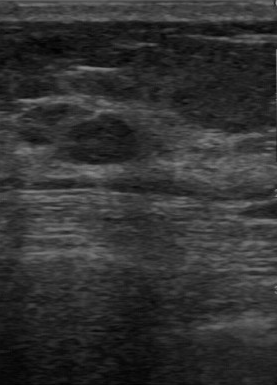
B-mode breast ultrasound.
The original reader assigned BI-RADS 3. On a second read by an independent reader: No calcifications are seen. Echo pattern: hypoechoic. The lesion has a regular margin. Its boundary is clear. Histopathology: fibroadenoma (benign).